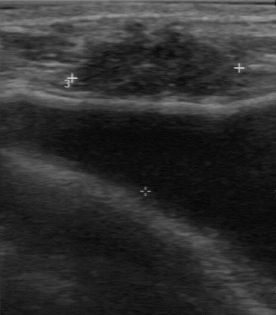
Imaging: breast ultrasound scan.
(coordinates in a 276x315 pixel frame) The finding occupies approximately (64,24)-(246,100). The finding is malignant on biopsy or follow-up.